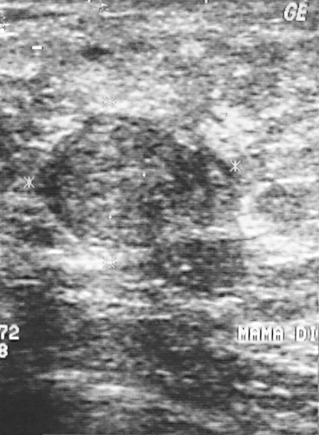
Modality: B-mode breast ultrasound.
A lesion is seen. Assessment: BI-RADS 3. Histopathology: fibroadenoma (benign).